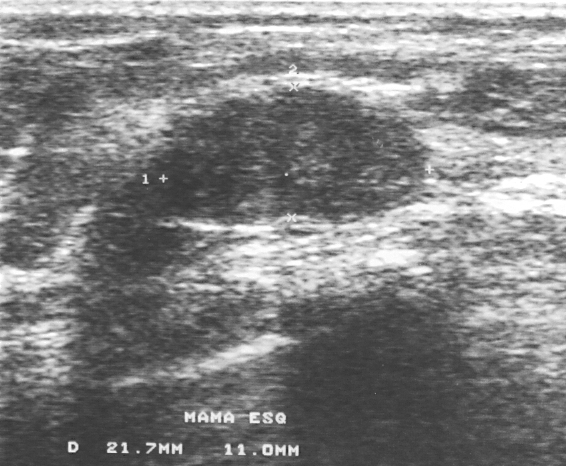
Imaging: breast ultrasound scan. Acquired on GE Logiq 5 @10-12MHz.
A lesion is seen. Assessment: BI-RADS 3. Biopsy showed fibroadenoma, a benign finding.